Modality: breast sonogram.
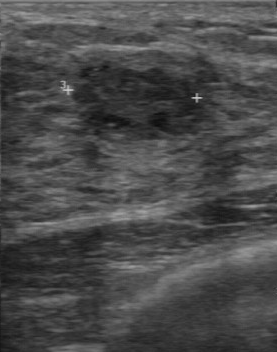
BI-RADS 4 in the original read. On a second, independent read, a lesion with a regular margin and a clear boundary is seen; it is hypoechoic. There are no calcifications. Biopsy showed fibroadenoma, a benign finding.